Modality: breast US.
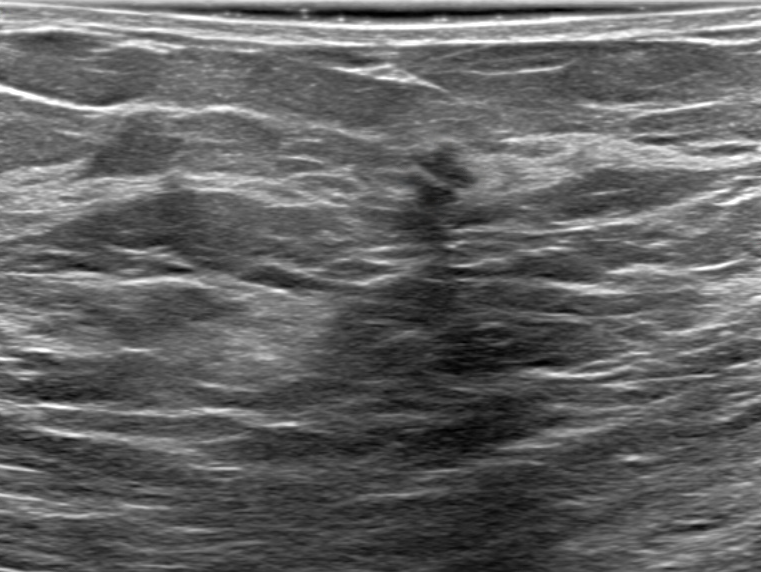
Pixel coordinates (x1, y1, x2, y2): Segment the lesion: bounding box (415, 144) to (475, 214). The lesion is benign on biopsy or follow-up. BI-RADS 5.